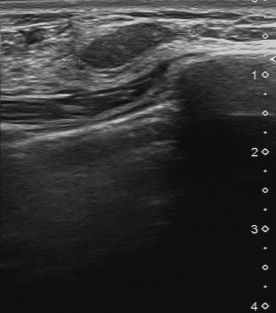
Breast ultrasound scan.
BI-RADS 3 in the original read; on a second read the margin is regular, the boundary clear and the mass slightly hypoechoic. Calcifications: none. Pathology confirmed benign fibroadenoma.